Breast sonogram.
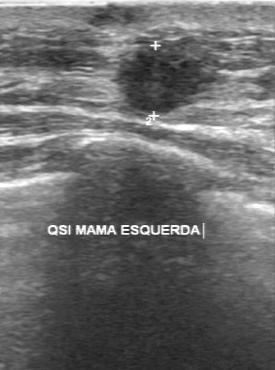
(coordinates in a 275x370 pixel frame) Mass bounding box: 112 49 216 115. The mass is malignant on biopsy or follow-up. BI-RADS 5.